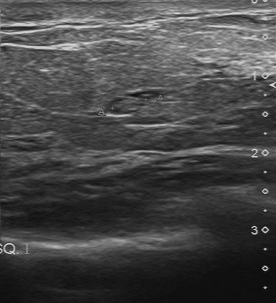
Imaging: breast US.
The breast lesion was assessed as BI-RADS 4 by the original reader. The following findings are from a second reader, independent of the original assessment. The breast lesion is slightly hypoechoic. The breast lesion has a regular margin. Its boundary is fairly clear. Calcifications: none. Histopathology: apocrine metaplasia (benign).